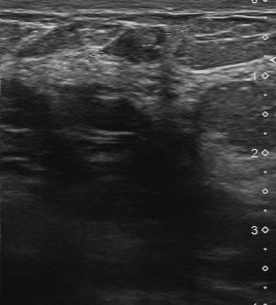
Modality: breast ultrasound. Scanner: Toshiba Aplio 300 @12-14 MHz.
The breast lesion was assessed as BI-RADS 4 by the original reader. A second reader, independent of the original assessment, describes a slightly hypoechoic breast lesion with a partially regular margin; the boundary is clear. Calcifications: suspected. The biopsy result was duct ectasia; the breast lesion is benign.